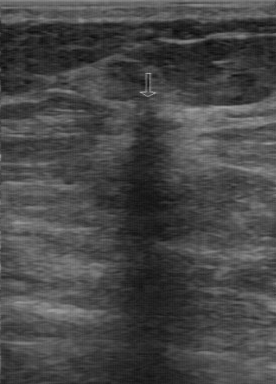
Modality: B-mode breast ultrasound.
FINDINGS: B-mode breast ultrasound. Histopathology: invasive ductal carcinoma. Original BI-RADS: 4. BI-RADS (second read): 4C.